Modality: breast ultrasound image.
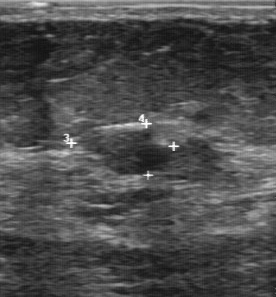
The outcome on biopsy or follow-up is benign. BI-RADS assessment is 4.